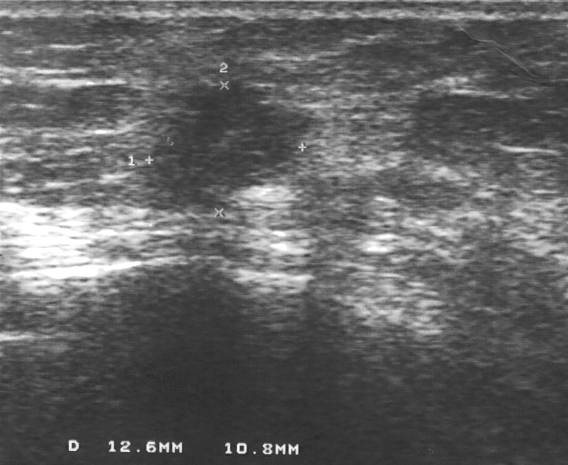
Modality: breast US.
Finding: breast lesion, malignant on biopsy or follow-up. (BI-RADS category 4.)